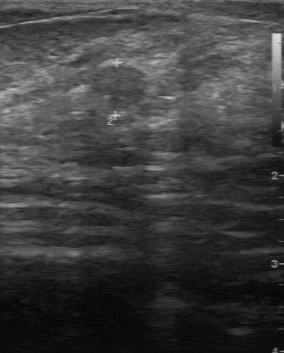
Modality: breast sonogram.
The mass demonstrates partially regular lesion margin, second-reader BI-RADS: 3, calcifications: none, fairly clear lesion boundary, slightly hypoechoic echo pattern.